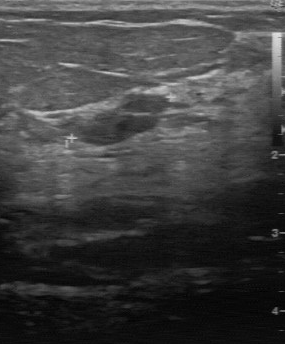
Modality: B-mode breast ultrasound. Scanner: GE Logiq 7 @10-14MHz.
The original reader assigned BI-RADS 3. Findings on the second read (an independent reader): a slightly hypoechoic finding, margin regular, boundary clear. Biopsy showed fibroadenoma, a benign finding.